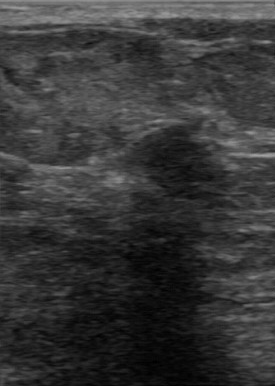
Breast ultrasound image. Scanner: GE Logiq 7 @10-14MHz.
A mass is seen with BI-RADS on independent re-read: 4A, hypoechoic internal echoes, biopsy result: fibroadenoma.